Breast ultrasound image.
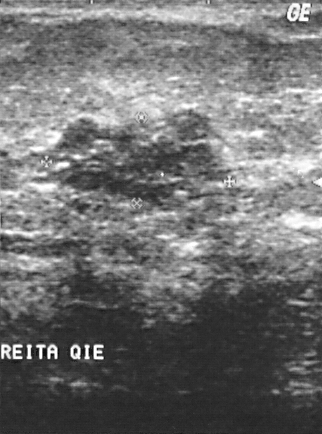
(coordinates in a 322x434 pixel frame) Lesion region of interest: (47, 110) to (217, 208).